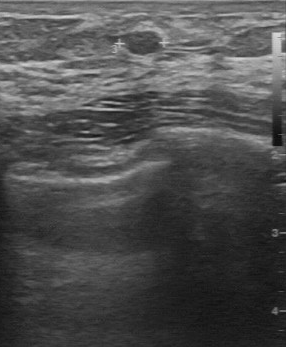
Modality: B-mode breast ultrasound.
The finding demonstrates biopsy or follow-up result: benign, BI-RADS assessment: 3.